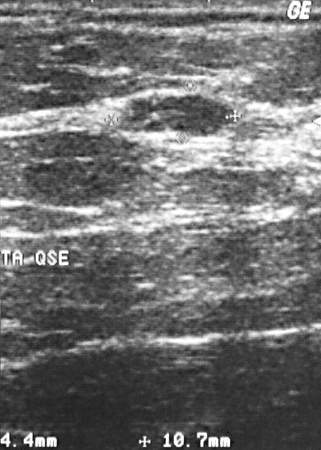
Acquired on GE Logiq 5 @10-12MHz. Imaging: breast ultrasound.
A breast lesion is present on this breast ultrasound. Assessment: BI-RADS 2. The biopsy result was cyst; the breast lesion is benign.